Imaging: breast ultrasound scan.
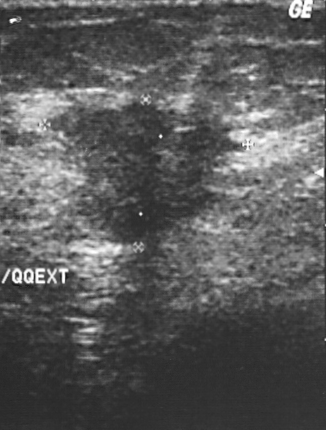
The pathology is invasive ductal carcinoma. BI-RADS: 4.